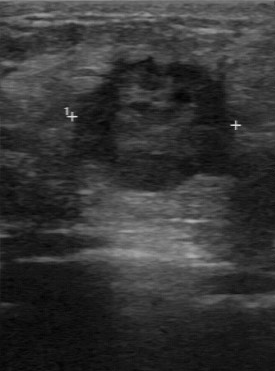
Modality: breast ultrasound scan.
A lesion is seen with outcome on biopsy or follow-up: malignant, histopathology: invasive ductal carcinoma, calcifications: none, BI-RADS (second read): 4B, original BI-RADS: 4, somewhat unclear lesion boundary.